B-mode breast ultrasound.
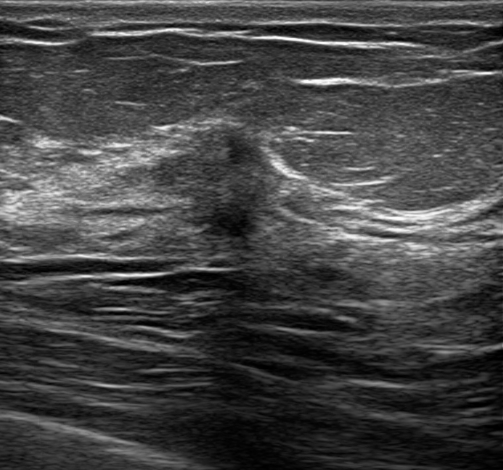
Pixel coordinates (x1, y1, x2, y2): The breast lesion occupies approximately (149, 123) to (299, 260).